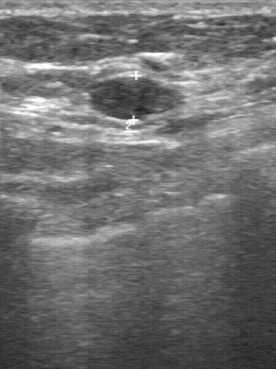
Scanner: GE Logiq 7 @10-14MHz. Modality: breast ultrasound image.
Original-read BI-RADS category: 3.
Descriptors from an independent second read (not the reader who assigned the category):
Calcifications: none.
The lesion boundary is clear.
The margin is regular.
The mass is slightly hypoechoic.
Histopathology: fibroadenoma (benign).